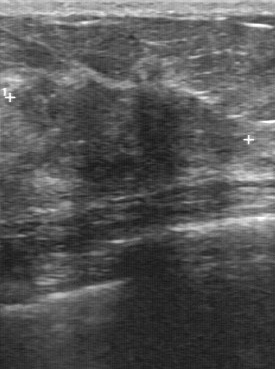
Imaging: breast ultrasound image.
This breast ultrasound image shows a mass, malignant on biopsy or follow-up.